Breast ultrasound image. Acquired on GE Logiq 7 @10-14MHz.
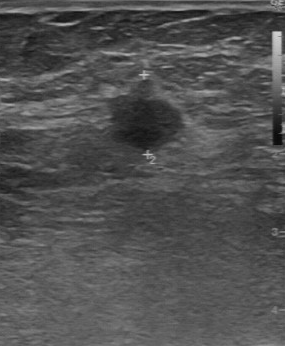
Outcome on biopsy or follow-up: malignant. BI-RADS 4.